Imaging: breast US.
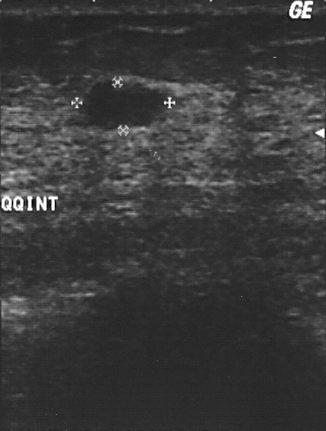
Outcome on biopsy or follow-up: benign.